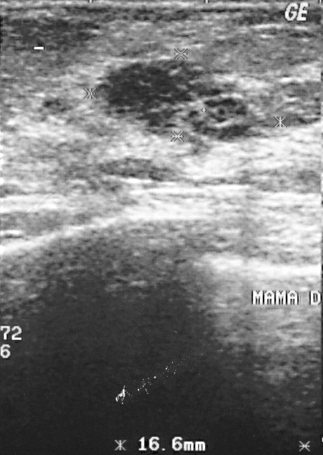
Imaging: breast ultrasound.
This breast ultrasound shows a breast lesion with BI-RADS assessment: 3, confirmed outcome (biopsy or follow-up): malignant, biopsy result: invasive ductal carcinoma.